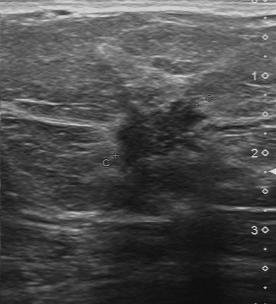
Acquired on Toshiba Aplio 300 @12-14 MHz. Breast US.
The original reader assigned BI-RADS 5. A second, independent read describes the lesion as follows. The lesion has an irregular margin. Boundary: unclear. Internally the lesion is hypoechoic. Calcification is suspected. Histopathology: invasive ductal carcinoma (malignant).